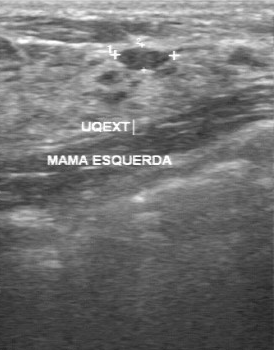
Imaging: breast sonogram.
The original reader assigned BI-RADS 2. Findings on the second read (an independent reader): a slightly hypoechoic finding, margin regular, boundary clear. Biopsy showed proliferative lesions, a benign finding.